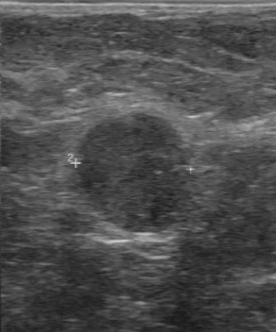
Imaging: breast sonogram.
BI-RADS 4 in the original read. The following findings are from a second reader, independent of the original assessment. The lesion boundary is fairly clear. No calcifications are seen. Margin: regular. Echo pattern: slightly hypoechoic. Biopsy showed invasive ductal carcinoma, a malignant finding.